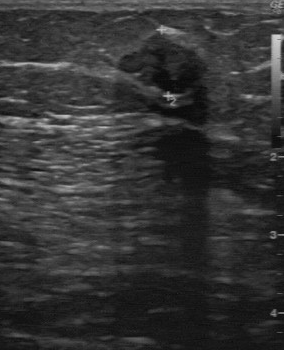
Imaging: breast ultrasound image.
FINDINGS: BI-RADS assessment: 2. Confirmed outcome (biopsy or follow-up): benign.
OUTCOME ON BIOPSY OR FOLLOW-UP: benign.